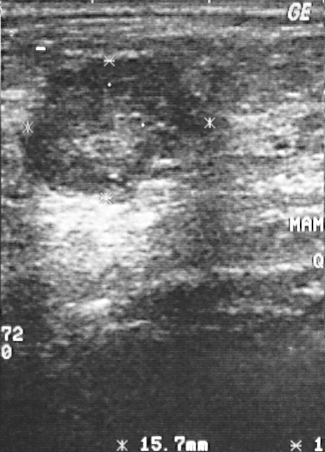
Breast ultrasound scan.
Lesion region of interest: top-left (20, 58), bottom-right (207, 203). BI-RADS 4.